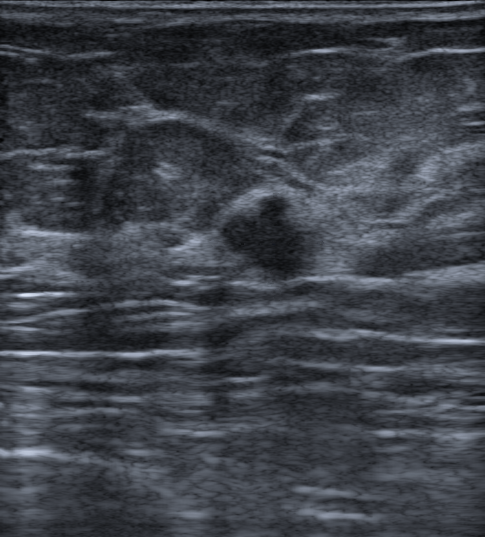
Imaging: breast US. Background echotexture is heterogeneous: predominantly fat.
The finding is irregular and hypoechoic; its margin is not circumscribed (microlobulated). There are no posterior features. No calcifications are seen. BI-RADS 4B; outcome on biopsy or follow-up: malignant. Histopathology: Invasive carcinoma of no special type (NST).